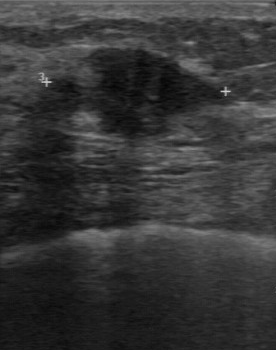
Modality: breast ultrasound image.
Pathology: invasive ductal carcinoma. BI-RADS category: 4. Confirmed outcome (biopsy or follow-up): malignant.
OUTCOME ON BIOPSY OR FOLLOW-UP: malignant.